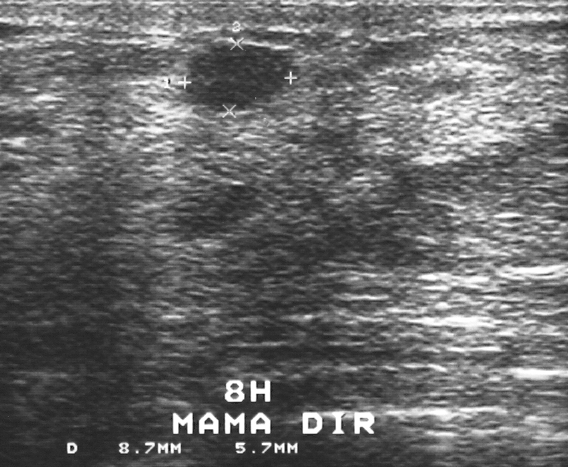
Modality: breast US.
BI-RADS assessment: 2. Histopathology: fibroadenoma (benign).